Modality: breast sonogram.
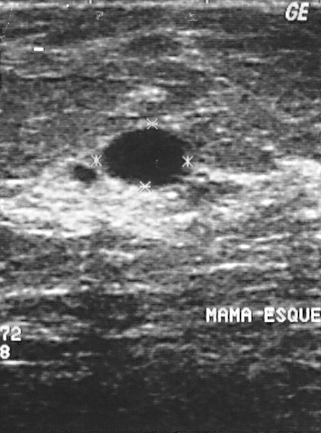
The biopsy result was cyst. BI-RADS category 2. Biopsy or follow-up result: benign.